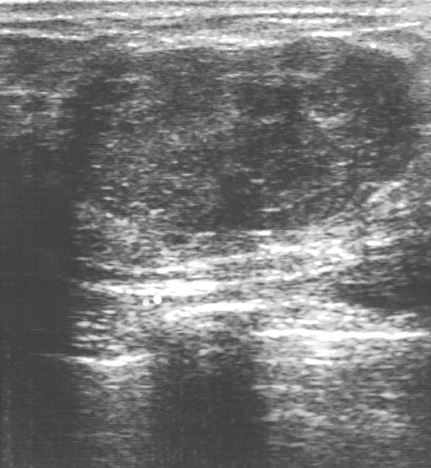
Modality: breast ultrasound image. Acquired on GE Logiq 5 @10-12MHz.
Coordinates are pixels in the 431x468 image. Lesion bounding box: [75, 38, 410, 232]. BI-RADS 4.